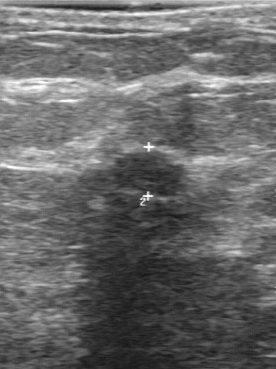
Modality: breast US.
BI-RADS 4 in the original read.
On a second read by an independent reader:
Echo pattern: slightly hypoechoic.
Boundary: fairly clear.
Calcifications: none.
The finding has a regular margin.
The biopsy result was fibroadenoma; the finding is benign.